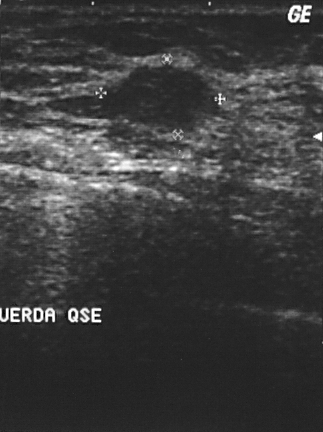
Modality: breast sonogram. Acquired on GE Logiq 5 @10-12MHz.
A lesion is seen. Assessment: BI-RADS 2. Histopathology: fibroadenoma (benign).